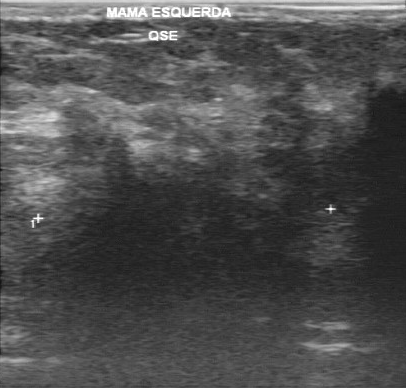
Acquired on GE Logiq 7 @10-14MHz. Imaging: breast US.
This breast US shows a lesion with biopsy result: invasive lobular carcinoma, BI-RADS: 5.